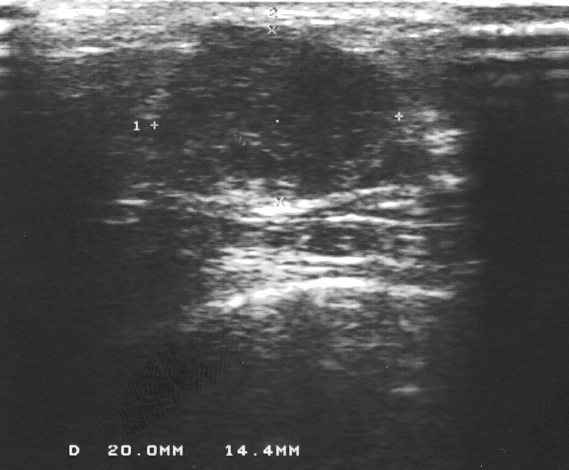
Breast sonogram. Acquired on GE Logiq 5 @10-12MHz.
The finding is assessed as BI-RADS 4. Biopsy showed fibroadenoma, a benign finding. Outcome on biopsy or follow-up: benign.